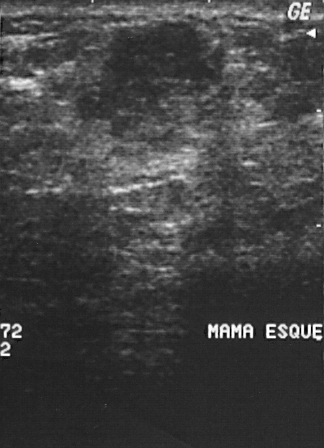
Modality: breast ultrasound scan.
Lesion characteristics:
- BI-RADS: 4